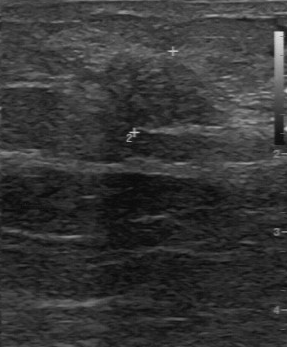
Scanner: GE Logiq 7 @10-14MHz. Modality: breast sonogram.
Original-read BI-RADS category: 4.
A second, independent read describes the lesion as follows.
Echo pattern: slightly hypoechoic.
Boundary: somewhat unclear.
The lesion has a partially regular margin.
No calcifications are seen.
Histopathology: invasive lobular carcinoma (malignant).